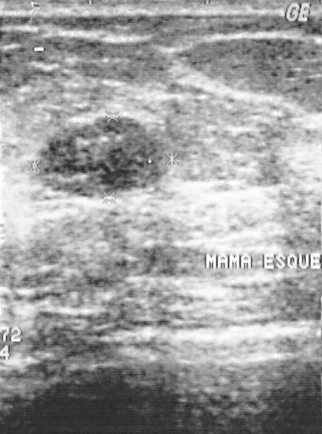
Breast ultrasound. Acquired on GE Logiq 5 @10-12MHz.
BI-RADS category 2. The mass is benign on biopsy or follow-up. The biopsy result was fibroadenoma; the mass is benign.